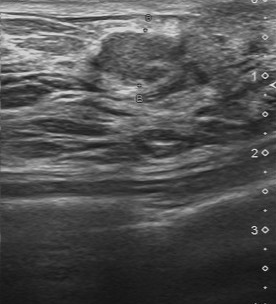
Breast ultrasound.
Original-read BI-RADS category: 4.
Descriptors from an independent second read (not the reader who assigned the category):
The margin is partially regular.
Boundary: fairly clear.
Echo pattern: slightly hypoechoic.
No calcifications are seen.
The biopsy result was invasive ductal carcinoma; the breast lesion is malignant.